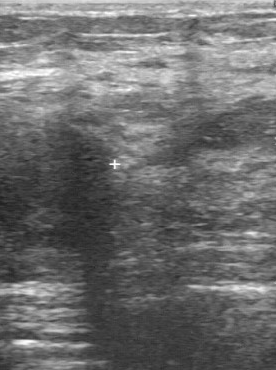
Modality: breast US.
FINDINGS: Breast US. Outcome on biopsy or follow-up: malignant. Biopsy result: invasive ductal carcinoma. BI-RADS: 5.
OUTCOME ON BIOPSY OR FOLLOW-UP: malignant.